Imaging: breast ultrasound.
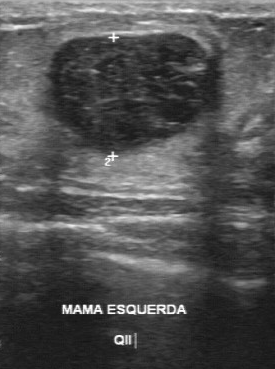
This breast ultrasound shows a mass, benign on biopsy or follow-up. BI-RADS 3.